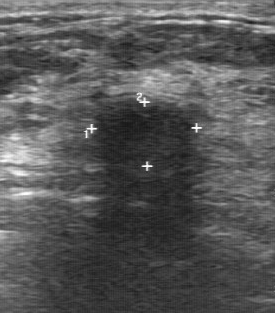
Modality: breast sonogram. Scanner: GE Logiq 7 @10-14MHz.
BI-RADS 2 in the original read. A second, independent read describes the lesion as follows. Margin: partially regular. Internally the lesion is hypoechoic. Boundary: unclear. There are no calcifications. The biopsy result was cyst; the lesion is benign.